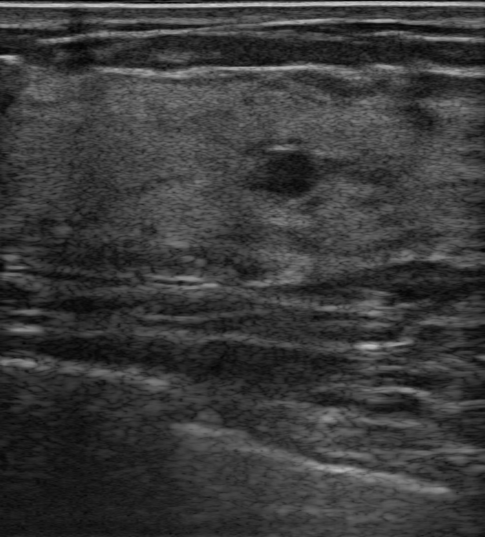
Imaging: breast ultrasound image. 43-year-old patient. Background tissue composition: homogeneous: fibroglandular.
Lesion characteristics:
- posterior acoustic features: absent
- BI-RADS assessment: 3
- biopsy or follow-up result: benign
- margin: circumscribed
- differential: Cyst filled with thick fluid
- calcifications: none
- skin thickening: absent
- lesion shape: round